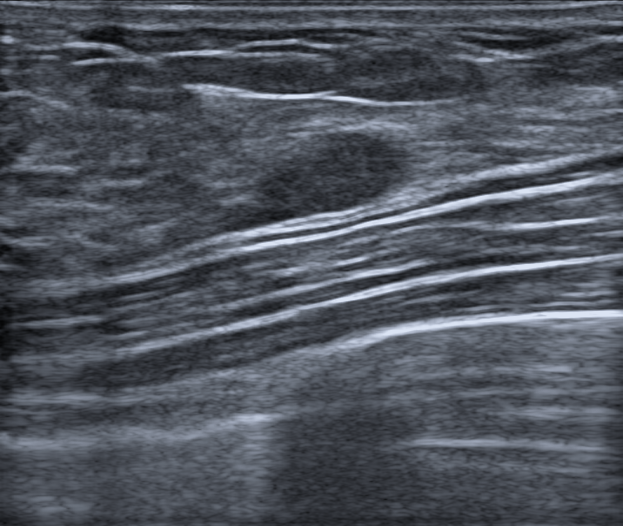
Modality: B-mode breast ultrasound.
An oval, hypoechoic lesion with a circumscribed margin is seen. Posterior features: none. Calcifications: none. BI-RADS assessment: 4A; biopsy or follow-up result: benign. Radiologic interpretation: Fibroadenoma. Histopathology: Fibroadenosis.